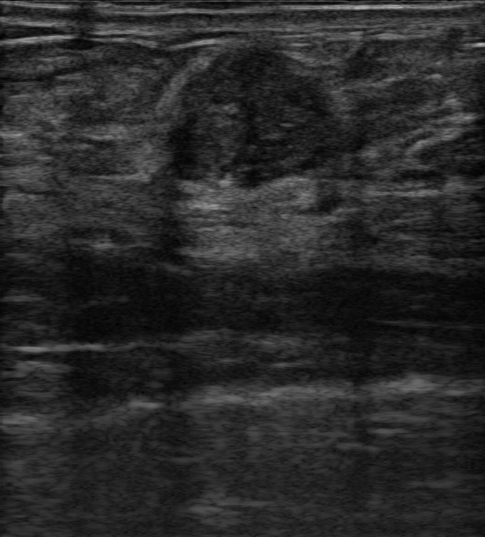
Background tissue composition: homogeneous: fibroglandular. Modality: breast sonogram.
Shape: round. The margin is circumscribed. The finding is hypoechoic. Posterior features are combined (shadowing and enhancement). Echogenic halo: absent. There are no calcifications. Skin thickening: none. BI-RADS category 4B.